Imaging: breast ultrasound image.
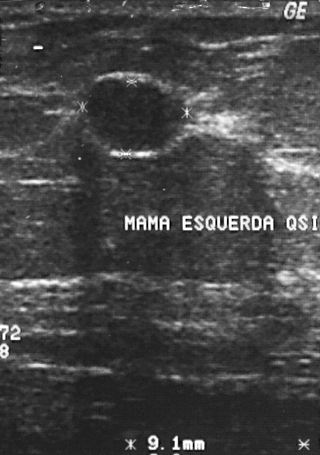
Breast lesion: benign on biopsy or follow-up. BI-RADS 2.